Modality: breast ultrasound.
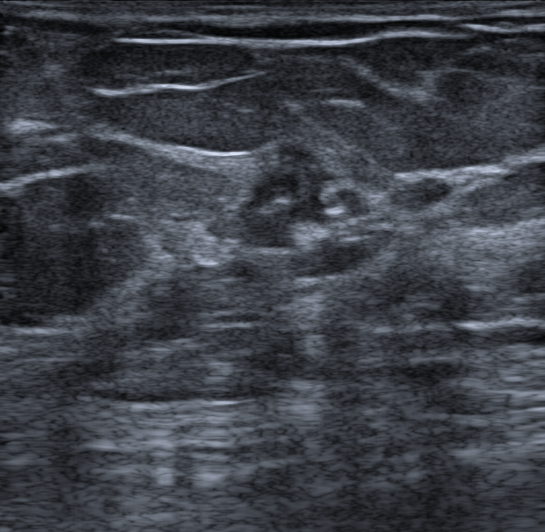
Biopsy or follow-up result: benign. BI-RADS 4B.